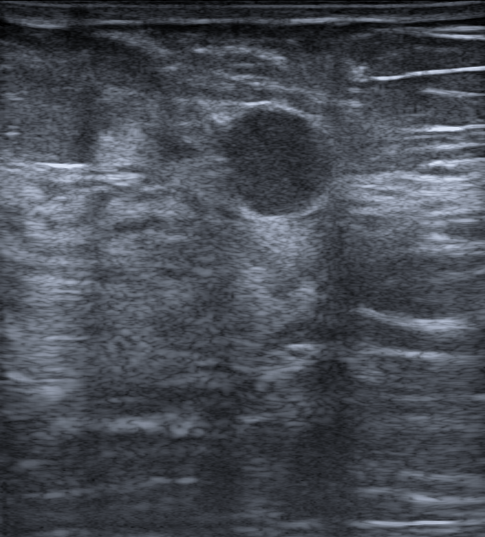
Modality: breast sonogram.
The mass demonstrates skin thickening: absent, calcifications: none, BI-RADS: 3, outcome on biopsy or follow-up: benign, echogenic halo: none, oval shape, circumscribed borders, hypoechoic echogenicity, posterior acoustic features: enhancement.